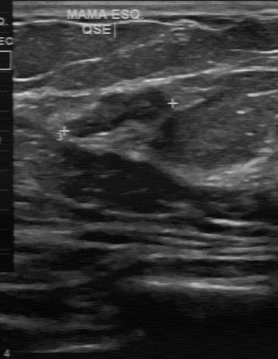
Breast ultrasound.
Original-read BI-RADS category: 4. Findings on the second read (an independent reader): a hypoechoic mass, margin partially regular, boundary fairly clear. Pathology confirmed benign fibroadenoma.